Scanner: GE Logiq 5 @10-12MHz. Imaging: B-mode breast ultrasound.
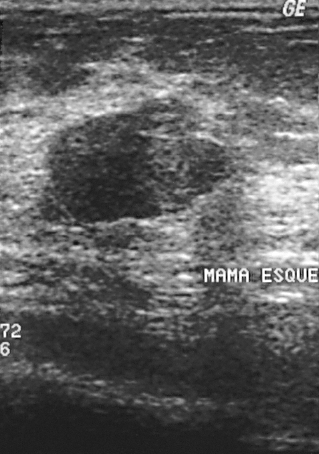
The mass is benign on biopsy or follow-up.